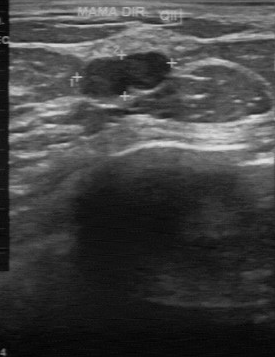
Breast ultrasound scan.
- BI-RADS (second read): 3
- echogenicity: hypoechoic
- boundary: clear
- BI-RADS (first reader): 2